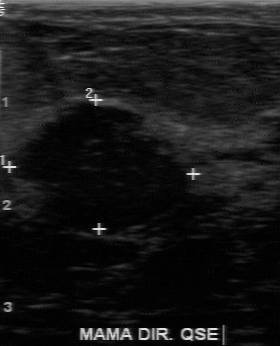
Imaging: breast sonogram.
The breast lesion was categorized BI-RADS 3 in the original read. A second, independent read describes the breast lesion as follows. Boundary: somewhat unclear. There are no calcifications. The breast lesion has a partially regular margin. Internally the breast lesion is hypoechoic. Biopsy showed fibroadenoma, a benign finding.